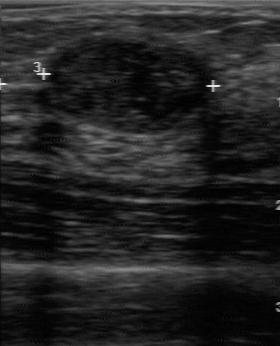
Imaging: breast ultrasound.
Finding: mass, benign on biopsy or follow-up.